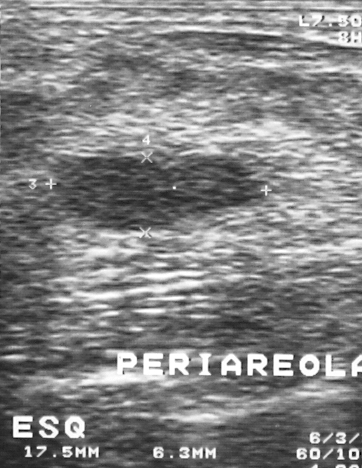
Imaging: B-mode breast ultrasound.
A breast lesion is seen. Assessment: BI-RADS 3. Biopsy showed fibroadenoma, a benign finding.